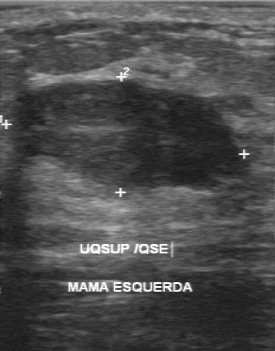
Imaging: breast ultrasound.
Histopathology: fibroadenoma. Confirmed outcome (biopsy or follow-up): benign. The BI-RADS category is 3.